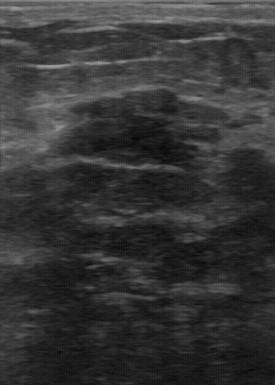
Imaging: breast US.
BI-RADS 4 in the original read. On a second, independent read, a lesion with a partially regular margin and a fairly clear boundary is seen; it is hypoechoic. The biopsy result was fibroadenoma; the lesion is benign.